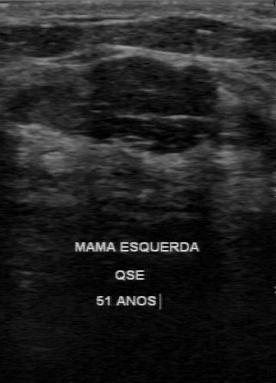
Acquired on GE Logiq 7 @10-14MHz. Imaging: B-mode breast ultrasound.
BI-RADS 2 in the original read; on a second read the margin is regular, the boundary somewhat unclear and the breast lesion hypoechoic. Histopathology: fibroadenoma (benign).